Modality: breast ultrasound scan.
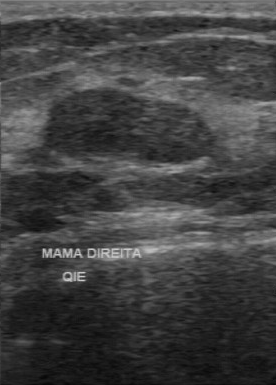
BI-RADS: 2. Confirmed outcome (biopsy or follow-up): benign.
OUTCOME ON BIOPSY OR FOLLOW-UP: benign.